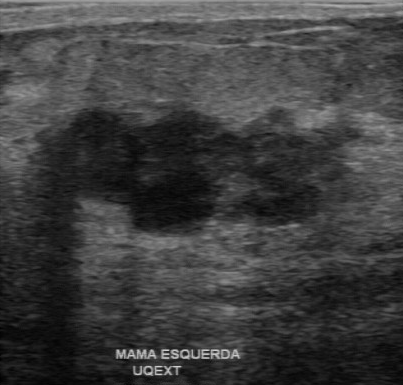
Imaging: breast ultrasound image. Scanner: GE Logiq 7 @10-14MHz.
Biopsy or follow-up result: malignant. BI-RADS 4.